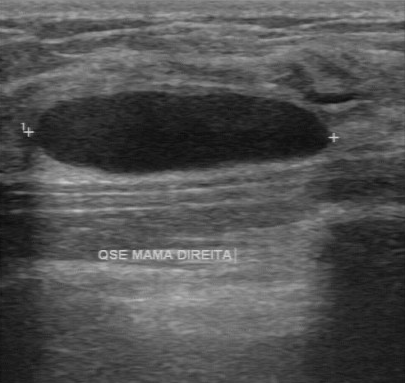
Imaging: B-mode breast ultrasound.
Echogenicity: hypoechoic. No calcifications are seen. The lesion boundary is clear. Contour: regular.